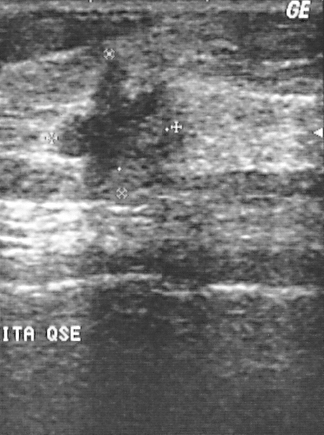
Imaging: breast ultrasound.
A mass is seen with outcome on biopsy or follow-up: malignant, BI-RADS category: 4, biopsy result: invasive ductal carcinoma.